Breast ultrasound.
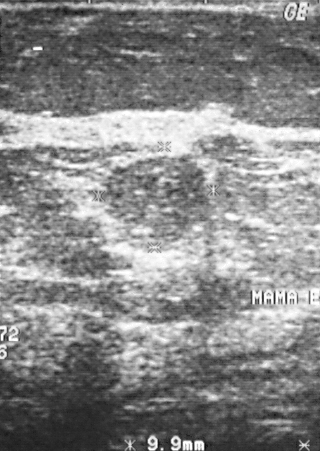
Coordinates are pixels in the 320x451 image. Segment the mass: bounding box (105,157)-(209,241).